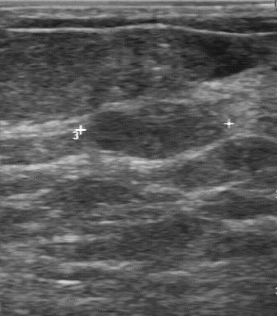
Imaging: breast sonogram.
The breast lesion demonstrates BI-RADS category: 3, biopsy or follow-up result: benign.